Imaging: breast US.
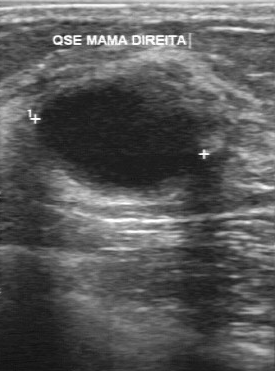
A finding is seen with hypoechoic internal echoes, clear boundary, calcifications: absent, regular margin.